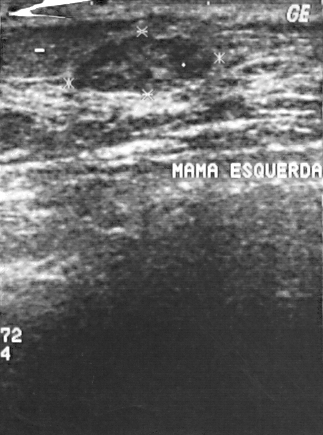
Acquired on GE Logiq 5 @10-12MHz. Breast ultrasound scan.
Biopsy showed fibroadenoma, a benign finding.
The lesion is benign on biopsy or follow-up.
BI-RADS category 2.